Modality: breast ultrasound scan.
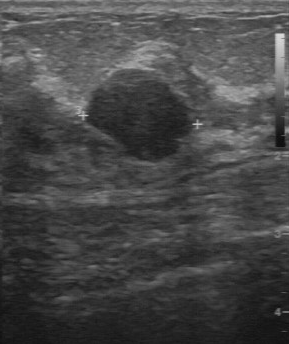
Original-read BI-RADS category: 4. A second, independent read describes the mass as follows. Echo pattern: slightly hypoechoic. Calcifications: none. Margin: regular. Boundary: clear. The biopsy result was fibroadenoma; the mass is benign.